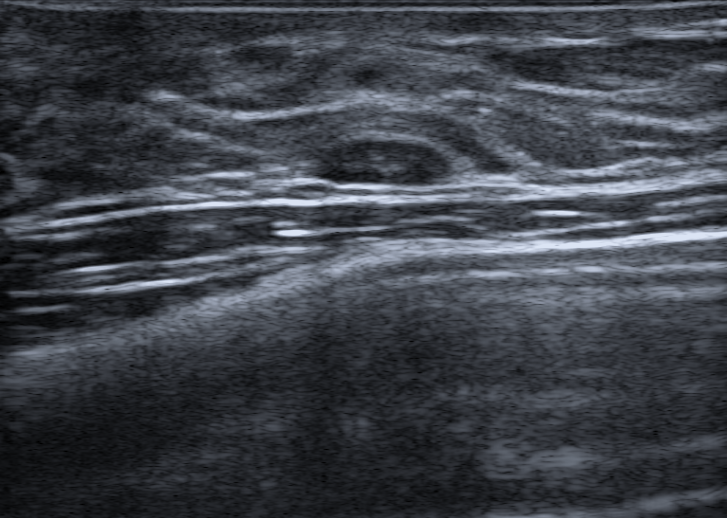
Imaging: breast ultrasound. Patient age: 37. Background tissue composition: homogeneous: fibroglandular.
Coordinates are pixels in the 727x518 image. The breast lesion occupies approximately top-left (315, 129), bottom-right (456, 188). BI-RADS 2.